Imaging: breast ultrasound scan.
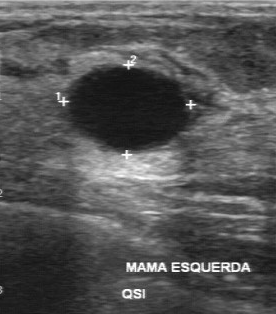
The mass demonstrates calcifications: none, anechoic echo pattern, regular margin, biopsy or follow-up result: benign, clear boundary.